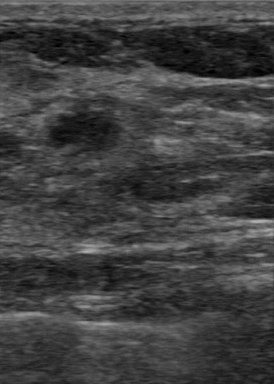
Imaging: breast sonogram.
Margin is regular. No calcifications are seen. The boundary is clear. The echo pattern is hypoechoic.